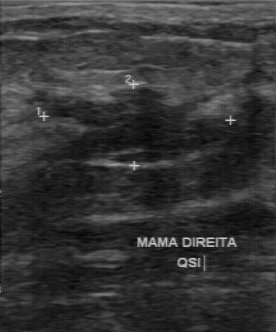
Imaging: breast ultrasound scan.
The original reader assigned BI-RADS 4. The following findings are from a second reader, independent of the original assessment. No calcifications are seen. The breast lesion has a partially regular margin. Internally the breast lesion is hypoechoic. The lesion boundary is somewhat unclear. Biopsy showed fibroadenoma, a benign finding.